Acquired on Toshiba Aplio 300 @12-14 MHz. Breast ultrasound scan.
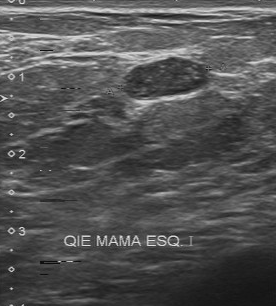
BI-RADS 4 in the original read; on a second read the margin is regular, the boundary clear and the lesion slightly hypoechoic. There are multiple calcifications. Biopsy showed fibroadenoma, a benign finding.